Imaging: breast ultrasound image.
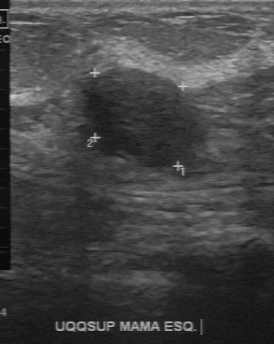
A breast lesion is seen with pathology: fibroadenoma, BI-RADS on independent re-read: 3, original BI-RADS: 4.